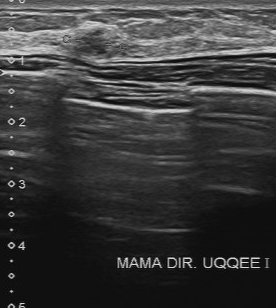
Acquired on Toshiba Aplio 300 @12-14 MHz. Imaging: breast US.
Original-read BI-RADS category: 4. A second reader, independent of the original assessment, describes a slightly hypoechoic mass with a partially regular margin; the boundary is somewhat unclear. Calcifications: none. The biopsy result was fibrocystic changes; the mass is benign.